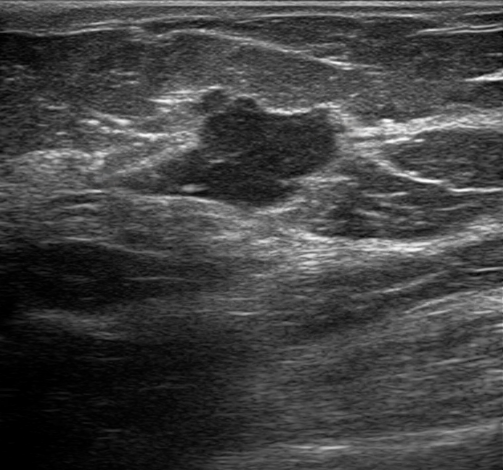
Modality: B-mode breast ultrasound. Age 59.
Biopsy or follow-up result: malignant.